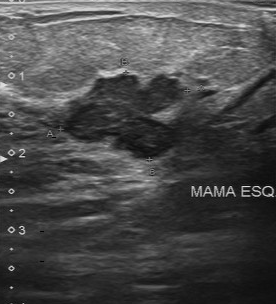
Acquired on Toshiba Aplio 300 @12-14 MHz. Imaging: breast sonogram.
BI-RADS 4 in the original read; on a second read the margin is partially regular, the boundary fairly clear and the lesion hypoechoic. Histopathology: invasive ductal carcinoma (malignant).